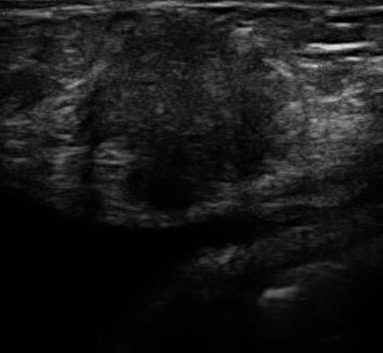
Modality: breast ultrasound.
A lesion is seen with BI-RADS on independent re-read: 4B, pathology: invasive ductal carcinoma.